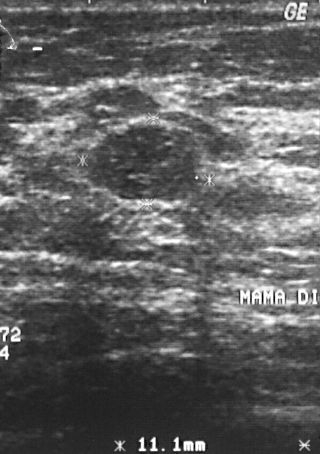
Modality: B-mode breast ultrasound.
(coordinates in a 320x454 pixel frame) The lesion occupies approximately x1=88, y1=124, x2=195, y2=198. The lesion is benign on biopsy or follow-up.